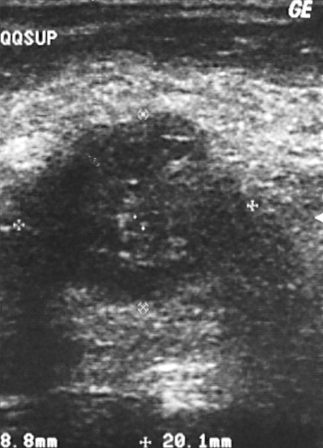
Imaging: breast ultrasound scan. Acquired on GE Logiq 5 @10-12MHz.
A breast lesion is seen with BI-RADS category: 5, outcome on biopsy or follow-up: malignant.